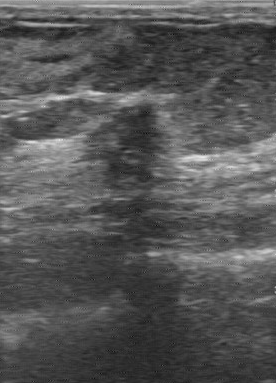
Breast sonogram.
The echo pattern is hypoechoic. Margin: irregular. Boundary is unclear. There are no calcifications.